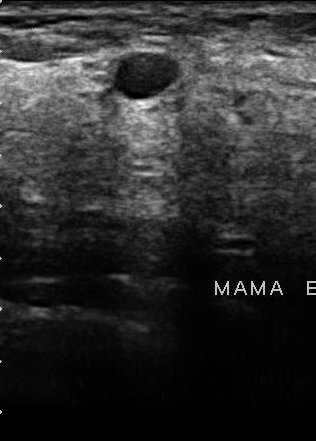
Scanner: U-Systems @10-14MHz. Imaging: breast US.
The mass was assessed as BI-RADS 2 by the original reader. Findings on the second read (an independent reader): an anechoic mass, margin regular, boundary clear. Pathology confirmed benign fibroadenoma.